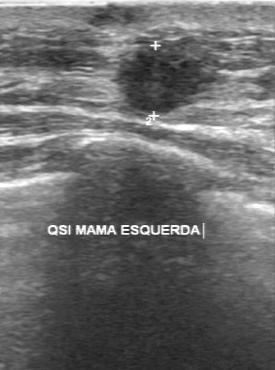
Breast ultrasound scan.
Biopsy or follow-up result: malignant. BI-RADS 5.